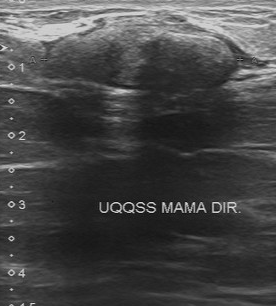
Modality: breast sonogram.
This breast sonogram shows a mass, benign on biopsy or follow-up.